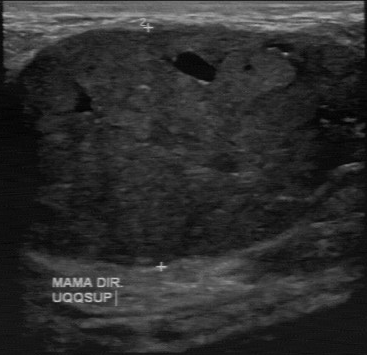
Modality: B-mode breast ultrasound. Scanner: GE Logiq 7 @10-14MHz.
BI-RADS assessment is 4. The histopathology is fibroadenoma.